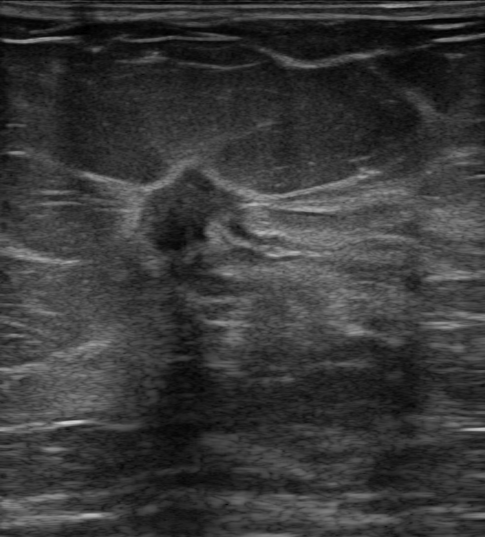
Background echotexture is heterogeneous: predominantly fibroglandular. Modality: breast ultrasound scan.
An irregular, hypoechoic mass with spiculated margins is seen. There are no posterior acoustic features. There is an echogenic halo. There is no skin thickening. No calcifications are seen. BI-RADS 5; malignant on biopsy or follow-up. Biopsy confirmed invasive carcinoma of no special type (NST).